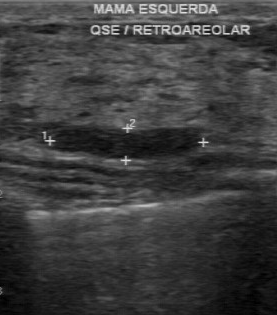
B-mode breast ultrasound.
Original-read BI-RADS category: 2. On a second read by an independent reader: Its boundary is clear. The finding has a regular margin. No calcifications are seen. The finding is hypoechoic. The biopsy result was intraductal papilloma; the finding is benign.